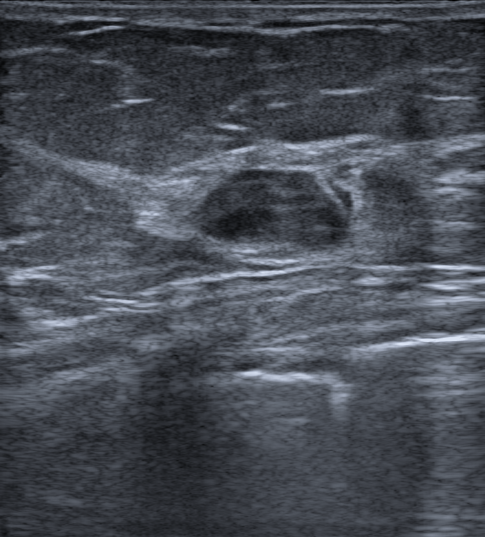
Modality: B-mode breast ultrasound. 67-year-old patient.
The lesion is assessed as BI-RADS 4A. Biopsy result: Invasive lobular carcinoma. Radiologist's impression: Suspicion of malignancy; Fibroadenoma; Intraductal papilloma. Biopsy or follow-up result: malignant. The lesion appears oval. Margins are circumscribed. Its echo pattern is heterogeneous. There are no posterior acoustic features. Echogenic halo: absent. No calcifications are seen. There is no skin thickening.